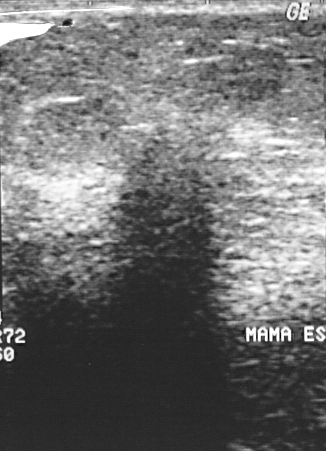
Imaging: breast ultrasound image.
Histopathology: invasive ductal carcinoma. BI-RADS: 4. Outcome on biopsy or follow-up: malignant.
OUTCOME ON BIOPSY OR FOLLOW-UP: malignant.